Modality: breast US.
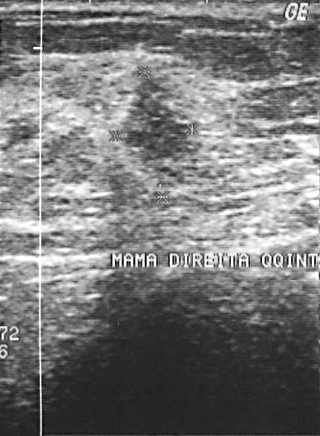
Lesion: malignant on biopsy or follow-up. BI-RADS 4.